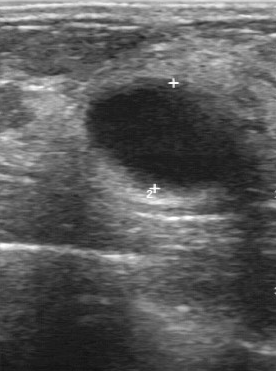
Imaging: breast US.
BI-RADS 2 in the original read; on a second read the margin is regular, the boundary clear and the lesion hypoechoic. Calcifications: none. The biopsy result was cyst; the lesion is benign.